Imaging: breast ultrasound. Acquired on GE Logiq 7 @10-14MHz.
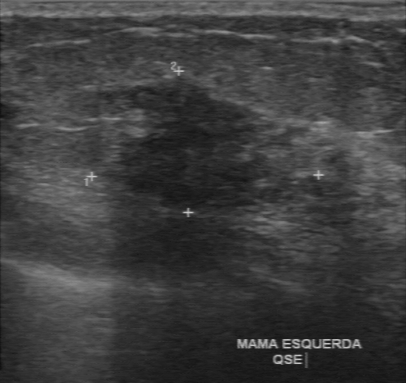
FINDINGS: BI-RADS: 4. Confirmed outcome (biopsy or follow-up): malignant.
OUTCOME ON BIOPSY OR FOLLOW-UP: malignant.